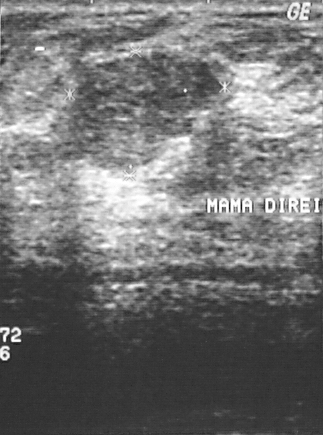
Modality: breast sonogram.
This breast sonogram shows a mass. It was assessed as BI-RADS 3. Pathology confirmed benign fibroadenoma.